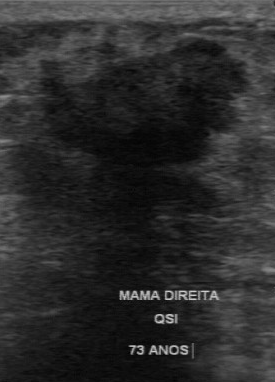
Imaging: breast US.
Mass: malignant on biopsy or follow-up. BI-RADS 4.